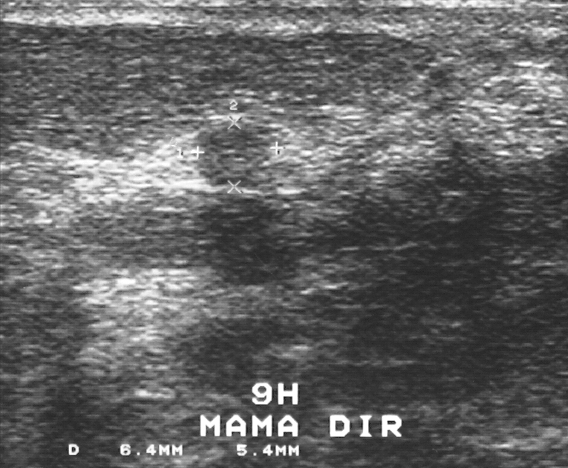
Imaging: breast ultrasound scan.
A lesion is present on this breast ultrasound scan. It was assessed as BI-RADS 3. Biopsy showed intraductal papilloma, a benign finding.